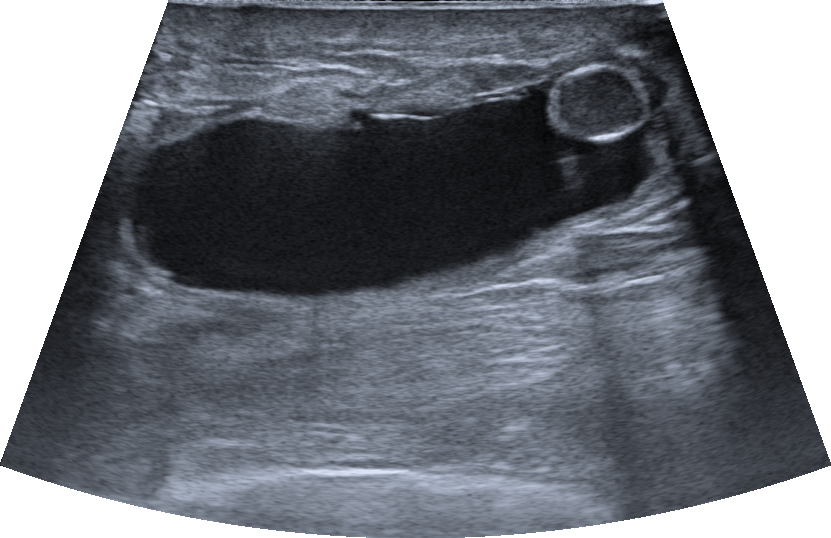
Modality: B-mode breast ultrasound. Background echotexture is homogeneous: fat.
The lesion is benign on biopsy or follow-up.